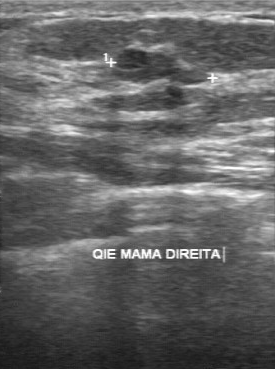
Imaging: breast US.
Mass: benign on biopsy or follow-up. BI-RADS 3.